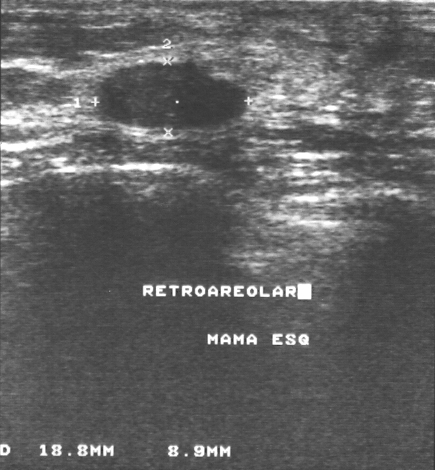
Imaging: breast ultrasound image.
Confirmed outcome (biopsy or follow-up) is benign. BI-RADS is 2.